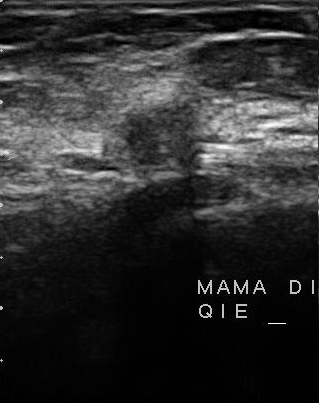
Imaging: breast ultrasound scan.
A lesion is seen with pathology: invasive ductal carcinoma, BI-RADS: 4, outcome on biopsy or follow-up: malignant.